Modality: breast ultrasound scan. Acquired on GE Logiq 7 @10-14MHz.
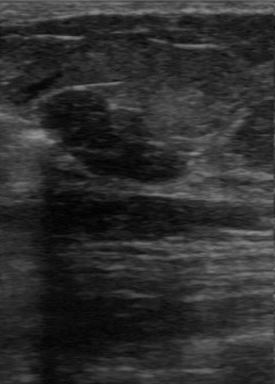
FINDINGS: Outcome on biopsy or follow-up: benign. Echo pattern: hypoechoic. Calcifications: absent. Boundary: fairly clear. Contour: partially regular.
OUTCOME ON BIOPSY OR FOLLOW-UP: benign.